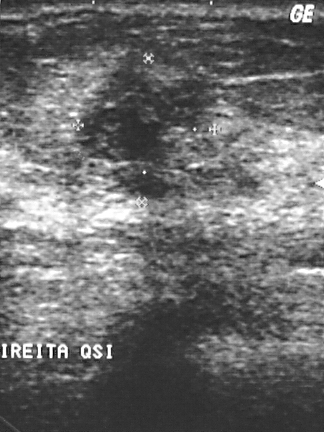
Imaging: breast ultrasound image.
Assigned BI-RADS 4. Biopsy showed invasive ductal carcinoma, a malignant finding.